Acquired on GE Logiq 7 @10-14MHz. Breast ultrasound scan.
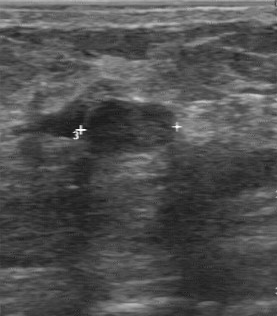
BI-RADS 2 in the original read. On a second, independent read, a breast lesion with a regular margin and a clear boundary is seen; it is hypoechoic. Pathology confirmed benign cyst.